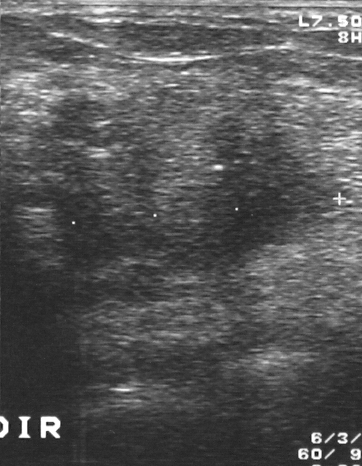
Imaging: B-mode breast ultrasound.
A lesion is seen. BI-RADS category 4. Histopathology: mucinous carcinoma (malignant).